Modality: breast ultrasound scan.
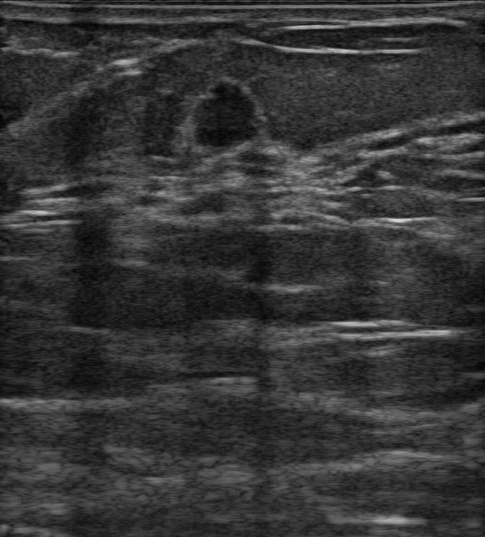
Biopsy or follow-up result: benign. (BI-RADS category 4A.)